Breast ultrasound scan.
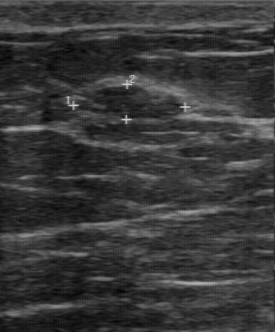
The original reader assigned BI-RADS 3.
On a second read by an independent reader:
Calcifications: none.
Echo pattern: hypoechoic.
Its boundary is clear.
The mass has a regular margin.
The biopsy result was fibroadenoma; the mass is benign.